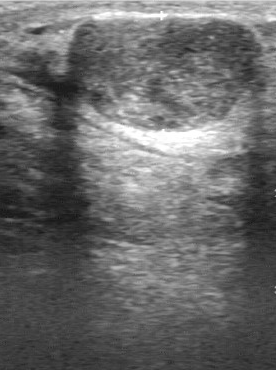
Modality: breast US.
BI-RADS 4 in the original read. Descriptors from an independent second read (not the reader who assigned the category): The margin is regular. Boundary: clear. Internally the mass is hypoechoic. Calcifications: none. Biopsy showed fibroadenoma, a benign finding.